Modality: B-mode breast ultrasound.
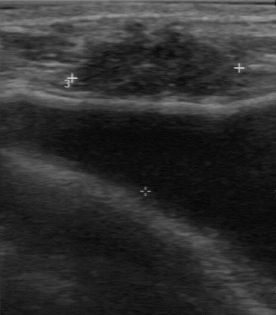
Lesion: malignant on biopsy or follow-up. BI-RADS 4.